Breast ultrasound scan.
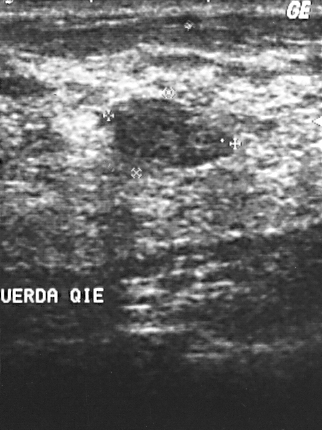
FINDINGS: BI-RADS: 2.
OUTCOME ON BIOPSY OR FOLLOW-UP: benign.